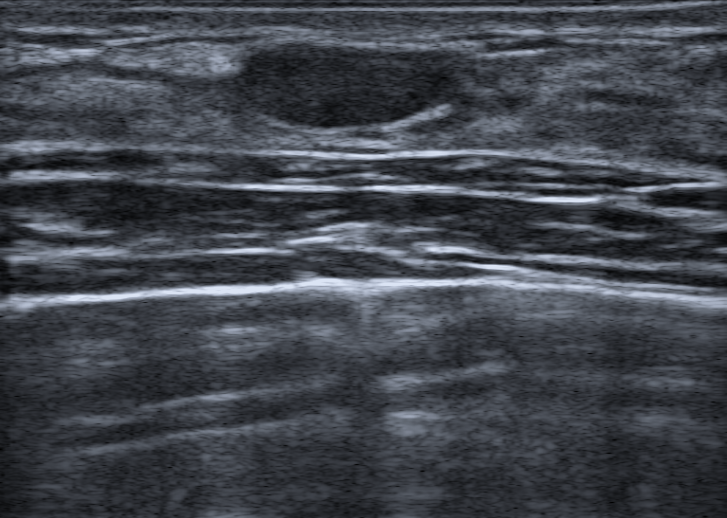
Patient age: 27. Imaging: B-mode breast ultrasound.
Findings: an oval breast lesion of hypoechoic echotexture with a circumscribed margin. There are no posterior acoustic features. No calcifications are seen. Echogenic halo: absent. BI-RADS 2; outcome on biopsy or follow-up: benign.